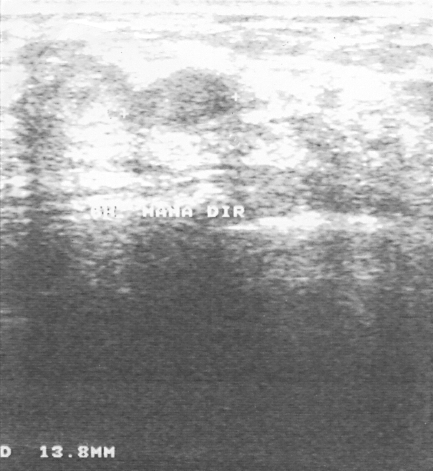
Modality: breast US.
A lesion is present on this breast US. BI-RADS category 3. Pathology confirmed benign fibroadenoma.